Scanner: GE Logiq 7 @10-14MHz. Modality: breast sonogram.
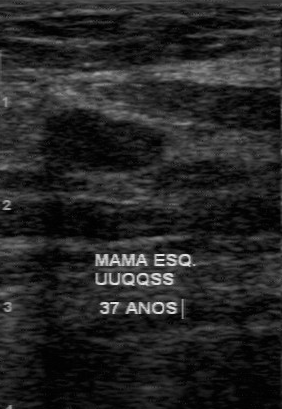
Original-read BI-RADS category: 3. A second reader, independent of the original assessment, describes a hypoechoic lesion with a regular margin; the boundary is clear. No calcifications are seen. The biopsy result was fibroadenoma; the lesion is benign.